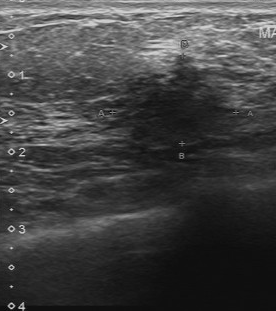
Breast ultrasound scan.
Original-read BI-RADS category: 4.
The following findings are from a second reader, independent of the original assessment.
The margin is irregular.
Its boundary is unclear.
Echo pattern: hypoechoic.
There are no calcifications.
Histopathology: invasive ductal carcinoma (malignant).